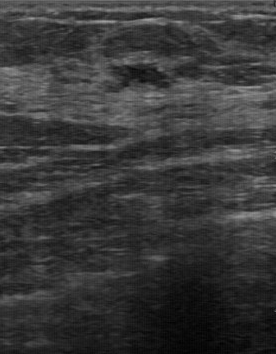
Breast sonogram.
Outcome on biopsy or follow-up is benign. Margin is regular. The original BI-RADS is 3. No calcifications are seen. Independent BI-RADS assessment is 3.